Imaging: breast US.
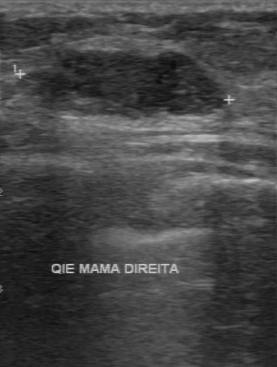
The mass was assessed as BI-RADS 3 by the original reader. On a second read by an independent reader: Margin: regular. Its boundary is clear. Internally the mass is hypoechoic. No calcifications are seen. The biopsy result was fibroadenoma; the mass is benign.